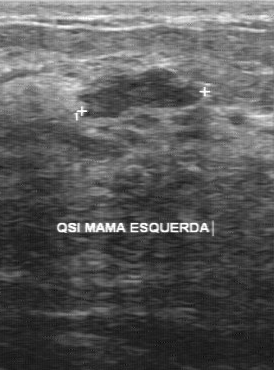
Breast US.
Coordinates are pixels in the 274x370 image. Lesion region of interest: [78, 68, 202, 118].